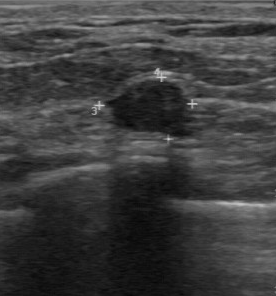
Imaging: breast ultrasound. Acquired on GE Logiq 7 @10-14MHz.
BI-RADS 2 in the original read; on a second read the margin is regular, the boundary clear and the mass hypoechoic. Biopsy showed fibroadenoma, a benign finding.